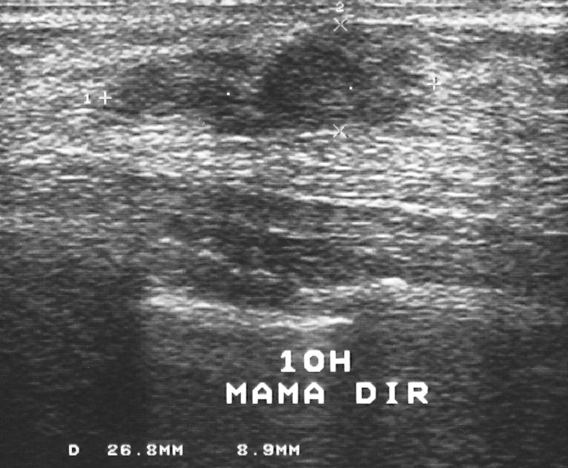
Modality: breast sonogram.
The breast lesion is benign on biopsy or follow-up.